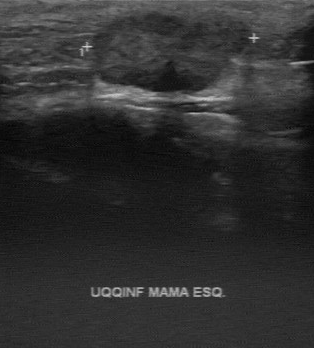
Acquired on GE Logiq 7 @10-14MHz. Imaging: breast sonogram.
Outcome on biopsy or follow-up: malignant. (BI-RADS category 4.)